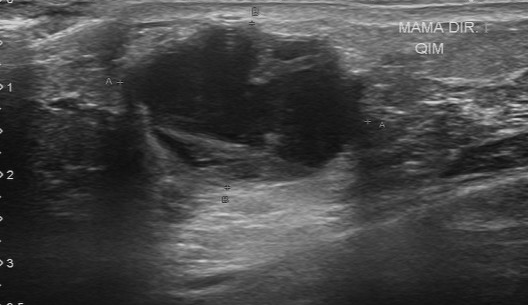
Breast ultrasound scan.
BI-RADS 4 in the original read. On a second read by an independent reader: The margin is regular. Boundary: fairly clear. Echo pattern: mixed cystic and solid. No calcifications are seen. Biopsy showed invasive ductal carcinoma, a malignant finding.